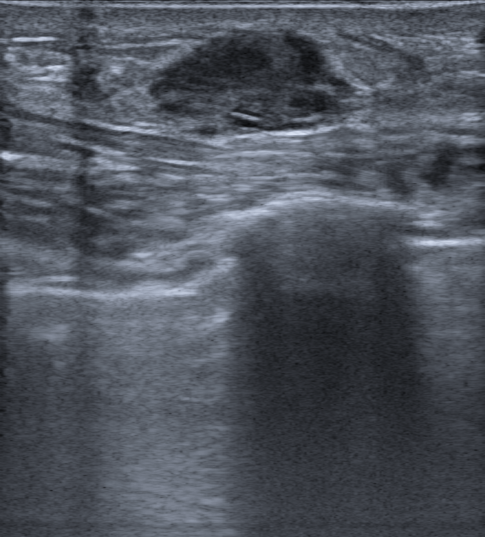
52-year-old patient. Imaging: breast ultrasound image.
The lesion is located within the bounding box (145, 25) to (363, 145). The lesion is malignant on biopsy or follow-up.